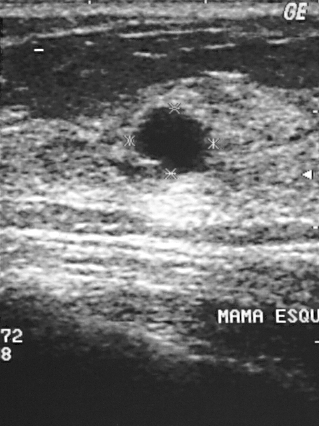
B-mode breast ultrasound.
The finding is benign on biopsy or follow-up. (BI-RADS category 2.)